Imaging: breast ultrasound.
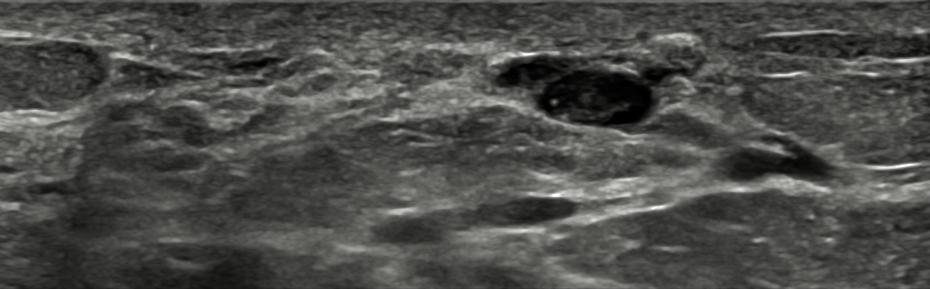
(coordinates in a 930x289 pixel frame) The lesion is located within the bounding box top-left (537, 63), bottom-right (656, 132). The lesion is benign on biopsy or follow-up.